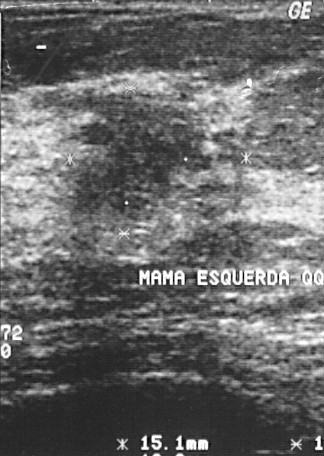
Breast ultrasound image. Acquired on GE Logiq 5 @10-12MHz.
Breast ultrasound image findings:
- confirmed outcome (biopsy or follow-up): malignant
- BI-RADS assessment: 4